Imaging: B-mode breast ultrasound.
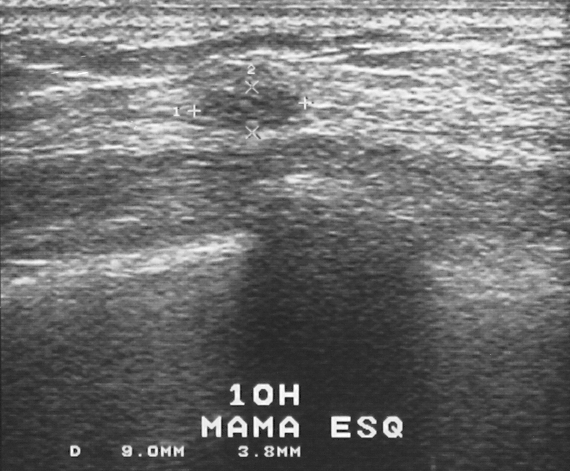
Biopsy or follow-up result: benign.